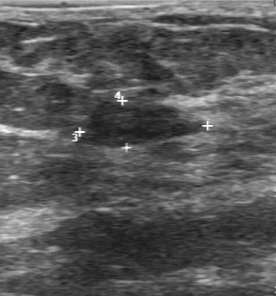
Breast ultrasound.
Original-read BI-RADS category: 2. A second, independent read describes the lesion as follows. The lesion has a regular margin. The lesion boundary is fairly clear. Internally the lesion is slightly hypoechoic. No calcifications are seen. Histopathology: fibroadenoma (benign).